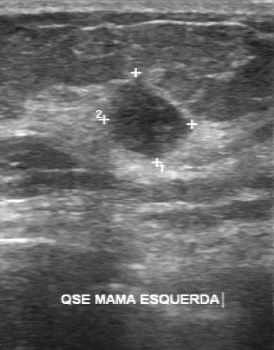
Modality: breast sonogram.
The breast lesion demonstrates confirmed outcome (biopsy or follow-up): malignant, BI-RADS assessment: 4.